Imaging: breast US.
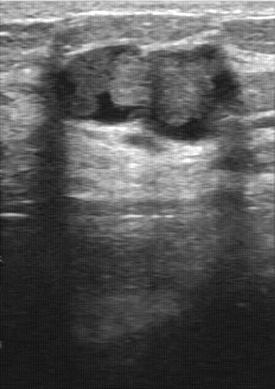
The lesion demonstrates calcifications: absent, somewhat unclear lesion boundary, biopsy result: intraductal papilloma, mixed cystic and solid internal echoes, outcome on biopsy or follow-up: benign, partially regular contour.